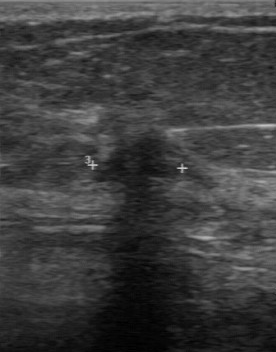
Modality: breast ultrasound scan. Acquired on GE Logiq 7 @10-14MHz.
BI-RADS 4 in the original read.
On a second read by an independent reader:
The breast lesion has an irregular margin.
Its boundary is unclear.
The breast lesion is hypoechoic.
No calcifications are seen.
The biopsy result was invasive ductal carcinoma; the breast lesion is malignant.